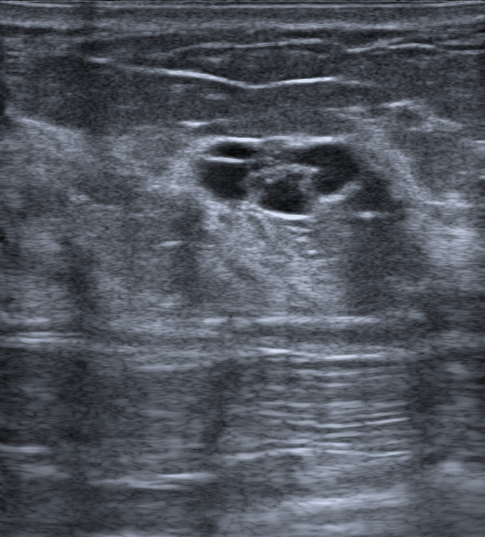
Imaging: breast ultrasound image.
An oval, anechoic breast lesion with circumscribed margins is seen. Posterior features: enhancement. There is no echogenic halo. There are no calcifications. BI-RADS 2; benign on biopsy or follow-up. Radiologist's impression: Complex cyst / Non-simple cyst. The finding was confirmed by follow-up care.